Breast US.
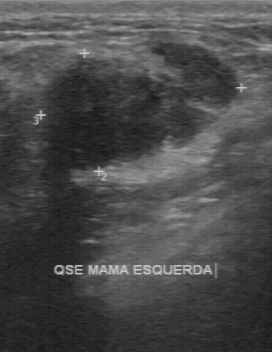
Outcome on biopsy or follow-up: benign. (BI-RADS category 3.)